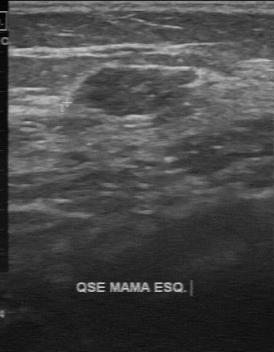
Breast sonogram. Scanner: GE Logiq 7 @10-14MHz.
The finding was categorized BI-RADS 4 in the original read.
Descriptors from an independent second read (not the reader who assigned the category):
Margin: partially regular.
Boundary: fairly clear.
Internally the finding is slightly hypoechoic.
No calcifications are seen.
The biopsy result was fibroadenoma; the finding is benign.